Modality: breast ultrasound. Acquired on Toshiba Aplio 300 @12-14 MHz.
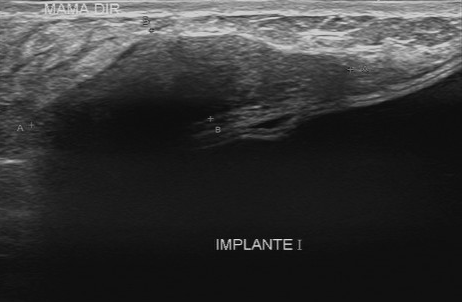
The finding was categorized BI-RADS 4 in the original read.
On a second read by an independent reader:
The margin is regular.
Its boundary is fairly clear.
Echo pattern: hypoechoic.
No calcifications are seen.
The biopsy result was fibrosis; the finding is benign.